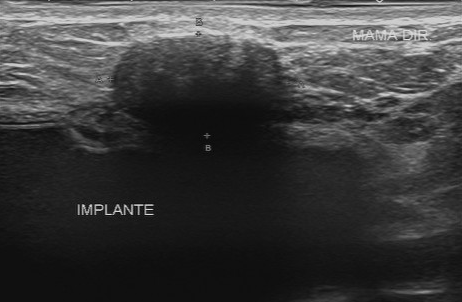
Breast sonogram.
The lesion demonstrates hypoechoic echo pattern, calcifications: absent, fairly clear boundary, regular contour.